Breast ultrasound image.
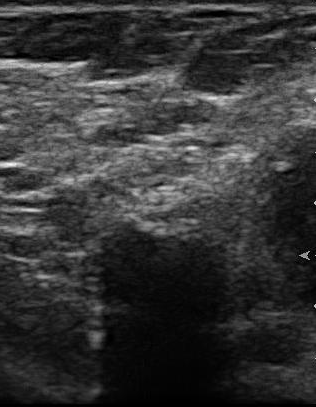
Outcome on biopsy or follow-up: benign.